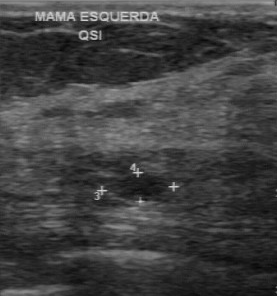
Acquired on GE Logiq 7 @10-14MHz. Imaging: breast sonogram.
The finding was assessed as BI-RADS 3 by the original reader. The following findings are from a second reader, independent of the original assessment. Margin: regular. The lesion boundary is fairly clear. Echo pattern: hypoechoic. Calcifications: none. Histopathology: hyperplasia (benign).